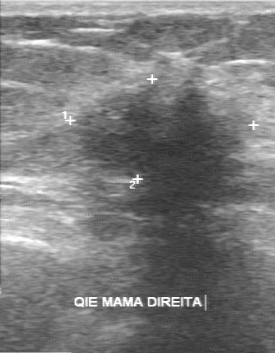
Imaging: B-mode breast ultrasound. Acquired on GE Logiq 7 @10-14MHz.
Contour: irregular. BI-RADS (first reader): 4. Second-reader BI-RADS: 5. Internal echoes: hypoechoic. Biopsy or follow-up result: malignant.
OUTCOME ON BIOPSY OR FOLLOW-UP: malignant.